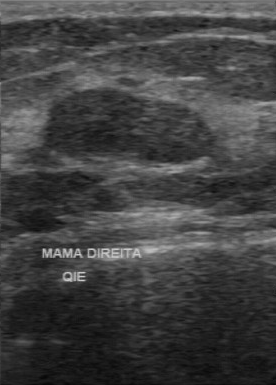
Scanner: GE Logiq 7 @10-14MHz. Modality: B-mode breast ultrasound.
BI-RADS 2 in the original read.
The following findings are from a second reader, independent of the original assessment.
Margin: regular.
Its boundary is clear.
Echo pattern: hypoechoic.
There are no calcifications.
The biopsy result was fibroadenoma; the mass is benign.